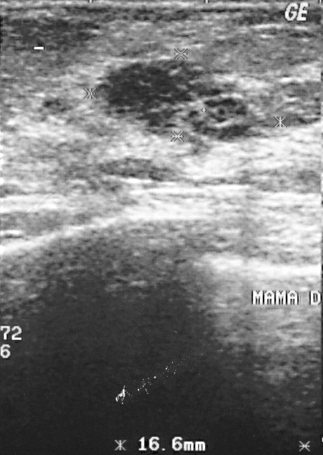
B-mode breast ultrasound.
This B-mode breast ultrasound shows a finding, malignant on biopsy or follow-up. BI-RADS 3.